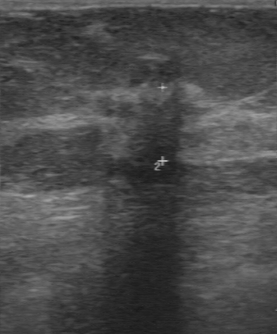
B-mode breast ultrasound.
Lesion characteristics:
- echo pattern: slightly hypoechoic
- contour: irregular
- calcifications: none
- lesion boundary: unclear